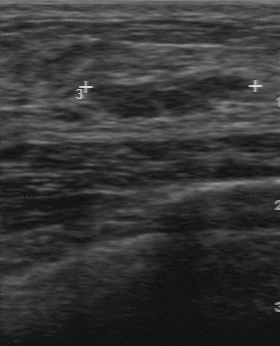
Modality: breast ultrasound scan.
Lesion: benign on biopsy or follow-up. (BI-RADS category 3.)